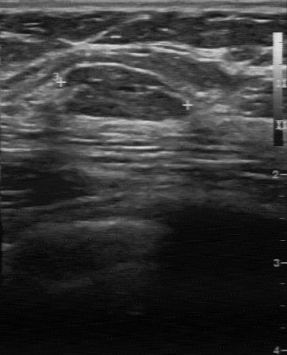
Imaging: breast US.
(coordinates in a 287x355 pixel frame) The breast lesion occupies approximately top-left (65, 67), bottom-right (191, 121).